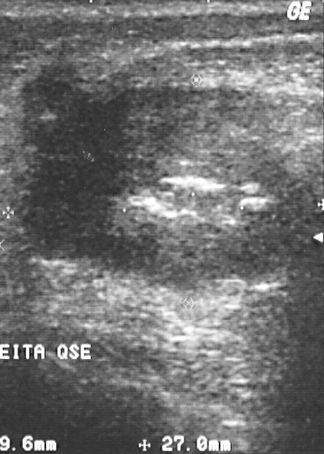
Modality: breast US.
Biopsy showed invasive ductal carcinoma, a malignant finding. The lesion is assessed as BI-RADS 4. Outcome on biopsy or follow-up: malignant.